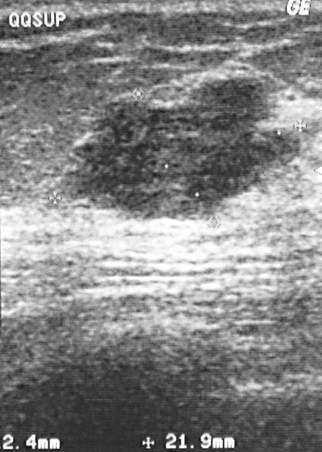
Breast sonogram. Acquired on GE Logiq 5 @10-12MHz.
The lesion is malignant on biopsy or follow-up. (BI-RADS category 4.)